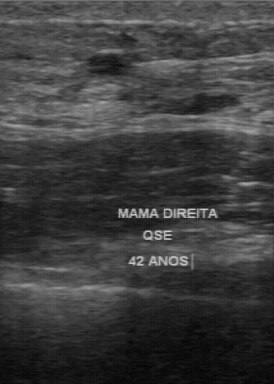
Imaging: breast US.
Original-read BI-RADS category: 3. On a second, independent read, a mass with a regular margin and a clear boundary is seen; it is hypoechoic. Histopathology: ductal hyperplasia (benign).